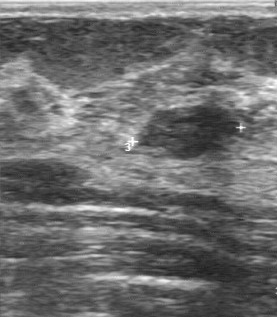
Imaging: breast ultrasound image. Scanner: GE Logiq 7 @10-14MHz.
The mass was assessed as BI-RADS 2 by the original reader. On a second, independent read, a mass with a regular margin and a clear boundary is seen; it is hypoechoic. There are no calcifications. Biopsy showed fibroadenoma, a benign finding.